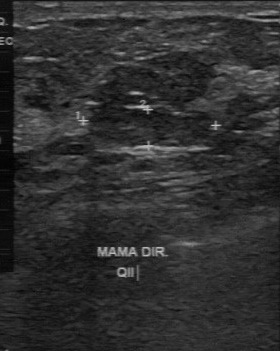
Breast US.
FINDINGS: Calcifications: absent. Original BI-RADS: 3. Margin: partially regular. Independent BI-RADS assessment: 3. Echogenicity: slightly hypoechoic. Biopsy result: cyst. Boundary: somewhat unclear.